B-mode breast ultrasound.
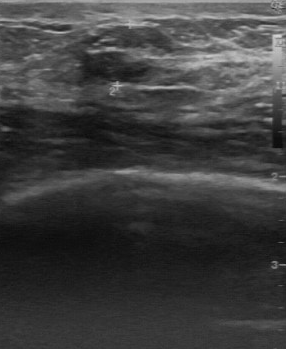
FINDINGS: BI-RADS assessment: 3.
OUTCOME ON BIOPSY OR FOLLOW-UP: benign.